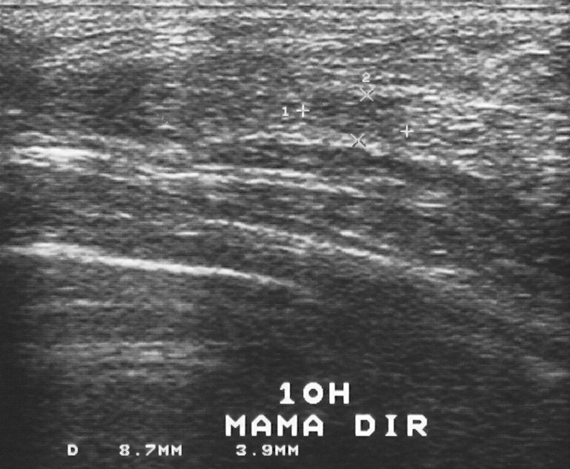
Imaging: breast sonogram.
A mass is present on this breast sonogram. BI-RADS category 2. Histopathology: fibrocystic changes (benign).